B-mode breast ultrasound.
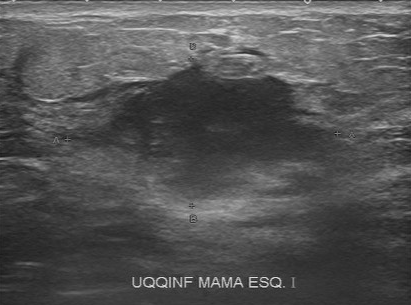
A lesion is seen with hypoechoic internal echoes, unclear boundary, calcifications: none, biopsy or follow-up result: malignant, irregular contour.